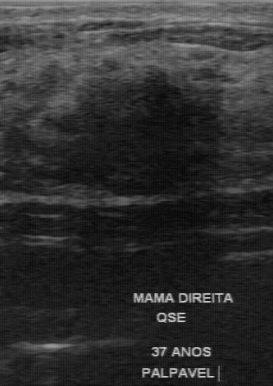
Imaging: breast ultrasound.
Mass: benign on biopsy or follow-up. (BI-RADS category 4.)